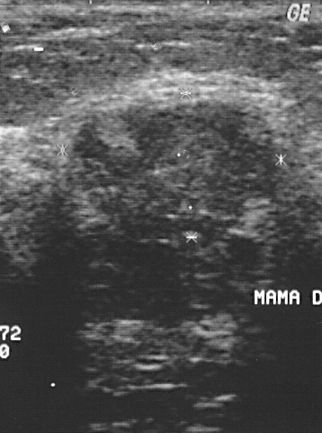
B-mode breast ultrasound.
Pixel coordinates (x1, y1, x2, y2): Lesion region of interest: (73,98)-(277,247). BI-RADS 4.